Imaging: breast ultrasound. Scanner: GE Logiq 7 @10-14MHz.
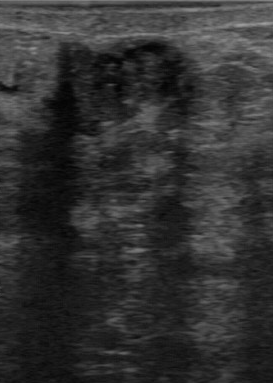
The breast lesion demonstrates BI-RADS (first reader): 4, BI-RADS (second read): 4A.